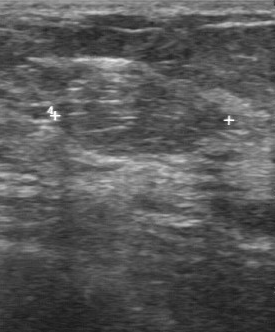
Breast ultrasound scan. Acquired on GE Logiq 7 @10-14MHz.
The biopsy result was lipoma; the mass is benign. BI-RADS category 2.